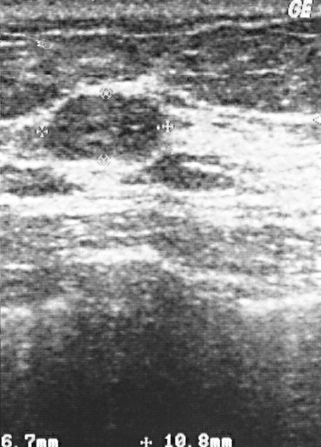
Modality: breast ultrasound.
This breast ultrasound shows a lesion. BI-RADS category 2. Biopsy showed fibroadenoma, a benign finding.